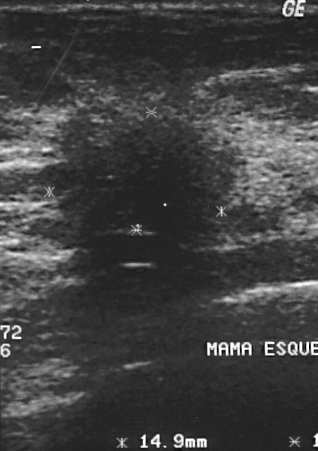
Scanner: GE Logiq 5 @10-12MHz. Modality: B-mode breast ultrasound.
Biopsy or follow-up result: malignant.